Breast ultrasound image.
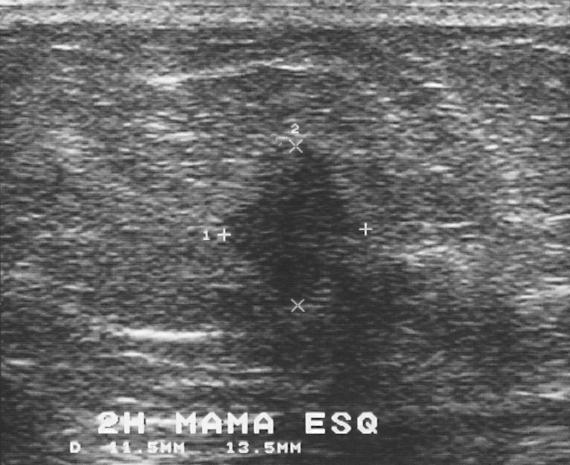
BI-RADS assessment: 4.
The biopsy result was invasive ductal carcinoma; the lesion is malignant.
Outcome on biopsy or follow-up: malignant.